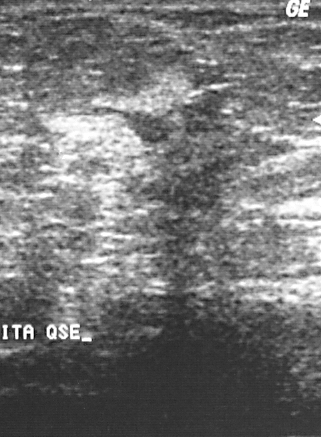
Modality: breast sonogram. Acquired on GE Logiq 5 @10-12MHz.
Coordinates are pixels in the 321x437 image. Lesion region of interest: top-left (102, 88), bottom-right (295, 211). The lesion is malignant on biopsy or follow-up. BI-RADS 4.